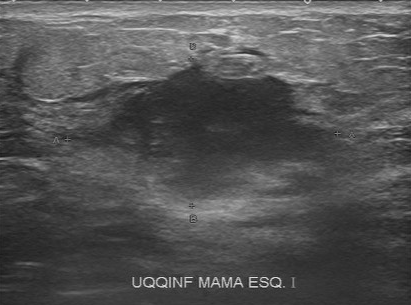
Imaging: breast ultrasound scan.
Original-read BI-RADS category: 5. On a second read by an independent reader: The lesion boundary is unclear. The finding has an irregular margin. Echo pattern: hypoechoic. Calcifications: none. Histopathology: invasive ductal carcinoma (malignant).